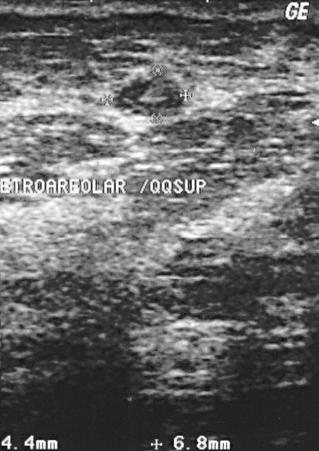
Breast US. Acquired on GE Logiq 5 @10-12MHz.
Pixel coordinates (x1, y1, x2, y2): Lesion region of interest: top-left (116, 74), bottom-right (182, 116). The lesion is benign on biopsy or follow-up. BI-RADS 2.